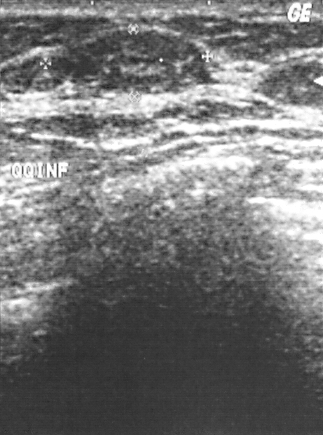
Modality: B-mode breast ultrasound.
A breast lesion is seen. Assessment: BI-RADS 2. The biopsy result was fibroadenoma; the breast lesion is benign.